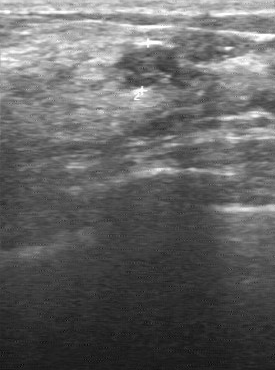
Imaging: breast ultrasound. Scanner: GE Logiq 7 @10-14MHz.
A mass is seen with biopsy result: fibroadenoma, BI-RADS category: 3.